Imaging: breast sonogram.
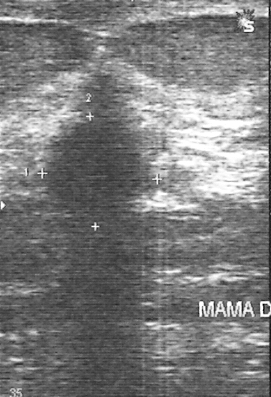
Finding: mass, malignant on biopsy or follow-up. BI-RADS 5.